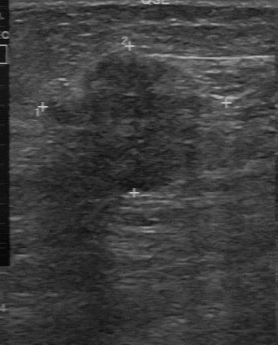
Imaging: breast ultrasound image.
Lesion boundary: somewhat unclear. Histopathology is invasive ductal carcinoma. Margin is partially regular. Second-reader BI-RADS: 4A. The BI-RADS (first reader) is 5. No calcifications are seen. The echo pattern is slightly hypoechoic.